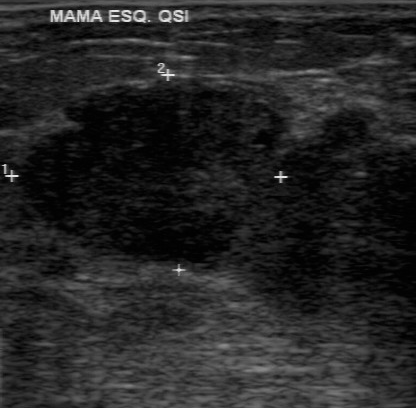
Modality: breast ultrasound scan.
Lesion characteristics:
- biopsy result: phyllodes tumor
- BI-RADS category: 3
- confirmed outcome (biopsy or follow-up): malignant